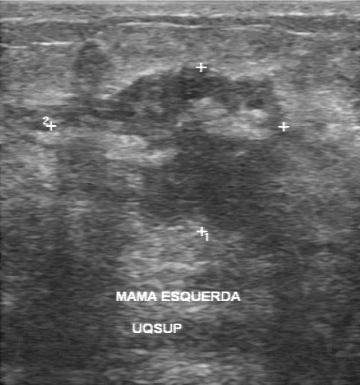
Breast ultrasound image.
Finding: mass, malignant on biopsy or follow-up.